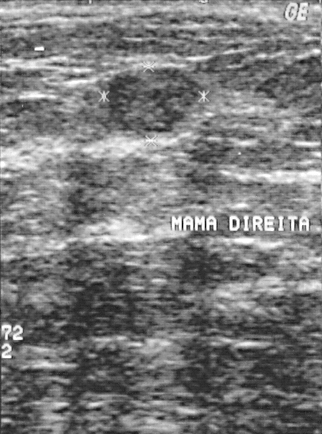
Imaging: B-mode breast ultrasound.
This B-mode breast ultrasound shows a finding. It was assessed as BI-RADS 2. The biopsy result was fibroadenoma; the finding is benign.